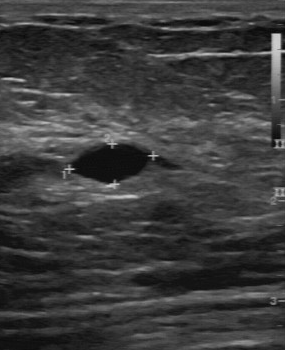
Modality: breast sonogram.
The original reader assigned BI-RADS 2.
A second, independent read describes the finding as follows.
Margin: regular.
The lesion boundary is clear.
Echo pattern: anechoic.
No calcifications are seen.
Histopathology: cyst (benign).